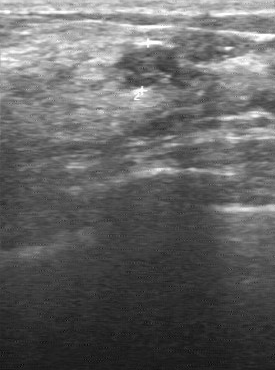
Imaging: breast ultrasound scan.
Internal echoes are hypoechoic. The margin is regular. The boundary is clear. There are no calcifications.